Imaging: breast sonogram.
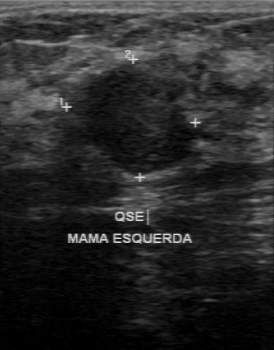
BI-RADS 4 in the original read.
On a second read by an independent reader:
The margin is partially regular.
Boundary: clear.
The lesion is hypoechoic.
No calcifications are seen.
The biopsy result was fibroadenoma; the lesion is benign.